Imaging: breast ultrasound scan.
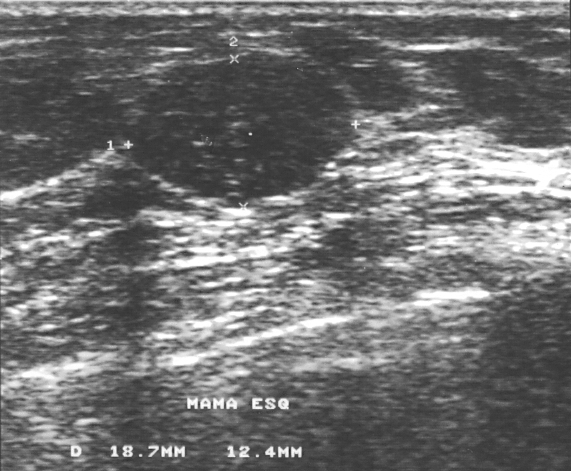
FINDINGS: Breast ultrasound scan. BI-RADS category: 3. Biopsy result: fibroadenoma.
OUTCOME ON BIOPSY OR FOLLOW-UP: benign.